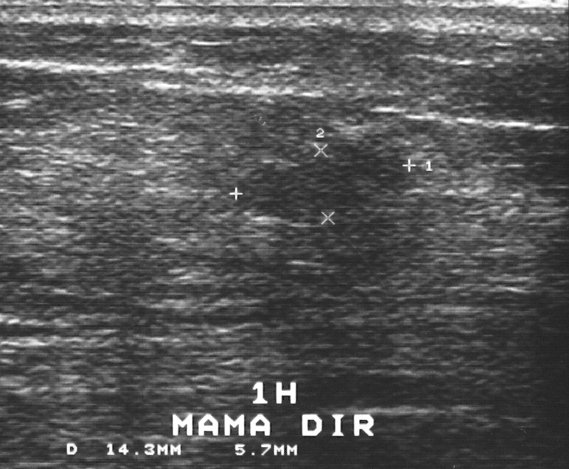
Scanner: GE Logiq 5 @10-12MHz. B-mode breast ultrasound.
The lesion demonstrates biopsy result: fibroadenoma, BI-RADS assessment: 3, outcome on biopsy or follow-up: benign.